Breast ultrasound. Acquired on GE Logiq 5 @10-12MHz.
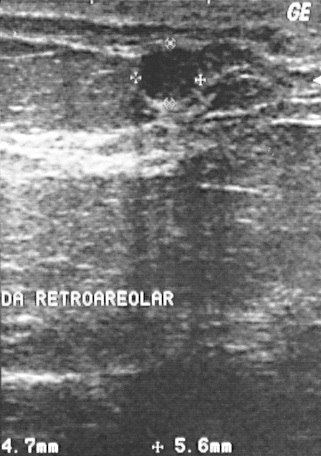
A finding is seen. Assessment: BI-RADS 2. Biopsy showed fibrocystic changes, a benign finding.